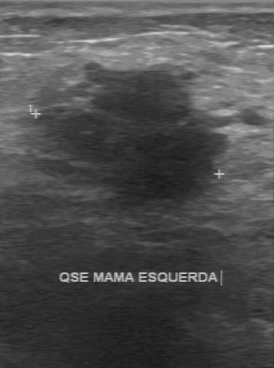
Modality: breast ultrasound scan.
Outcome on biopsy or follow-up is malignant. The BI-RADS (second read) is 4B. Boundary: unclear. Echogenicity is hypoechoic. BI-RADS (first reader): 4. Calcifications are absent.